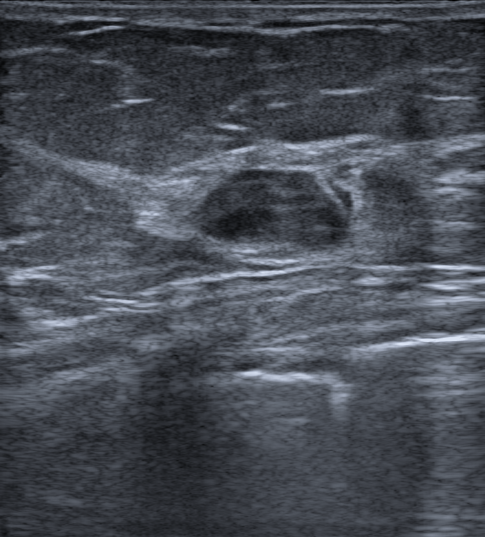
Patient age: 67. Breast ultrasound scan.
This breast ultrasound scan shows a finding, malignant on biopsy or follow-up. BI-RADS 4A.